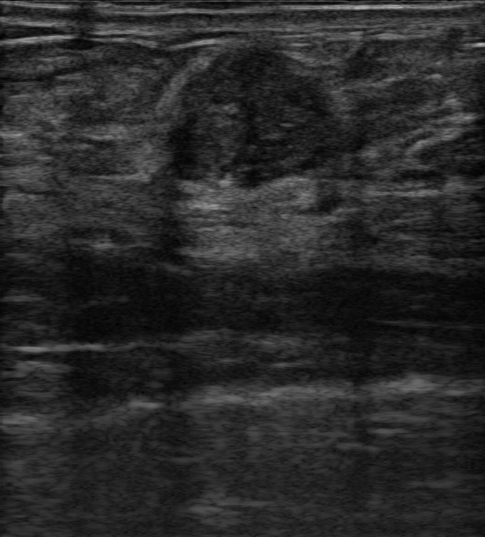
Modality: breast ultrasound scan. Background tissue composition: homogeneous: fibroglandular.
Breast ultrasound scan findings:
- borders: circumscribed
- echogenicity: hypoechoic
- skin thickening: none
- BI-RADS assessment: 4B
- posterior acoustic features: combined
- histopathology: Fibroadenoma
- echogenic halo: none